Modality: breast sonogram.
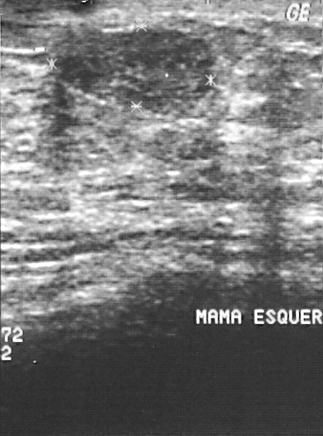
Coordinates are pixels in the 323x436 image. Segment the mass: bounding box [51, 29, 213, 113].